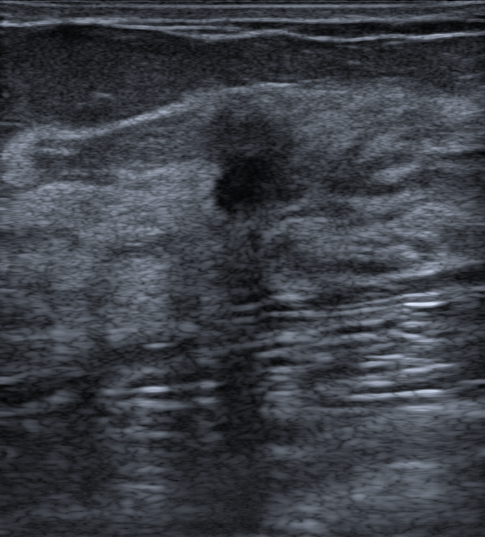
Imaging: breast ultrasound image. Background echotexture is heterogeneous: predominantly fibroglandular.
Lesion region of interest: top-left (195, 104), bottom-right (316, 230). The mass is benign on biopsy or follow-up. BI-RADS 4C.